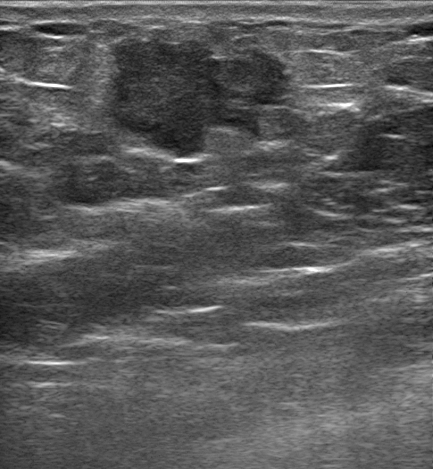
Imaging: B-mode breast ultrasound.
Shape: irregular. The margin is not circumscribed (angular and indistinct). Internally the mass is hypoechoic. There is posterior acoustic enhancement. An echogenic halo is present. Calcifications: none. Skin thickening: none. Assigned BI-RADS 5. Radiologic interpretation: Suspicion of malignancy; Fibroadenoma; Intraductal papilloma. Biopsy or follow-up result: malignant.